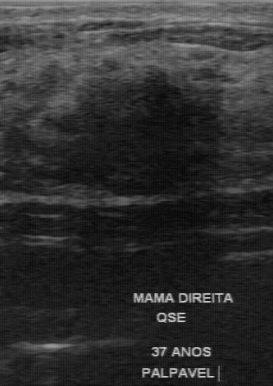
Imaging: breast sonogram. Acquired on GE Logiq 7 @10-14MHz.
No calcifications are seen. The BI-RADS (first reader) is 4. The boundary is somewhat unclear. BI-RADS on independent re-read is 4A. The echo pattern is hypoechoic. The biopsy or follow-up result is benign.